Breast US.
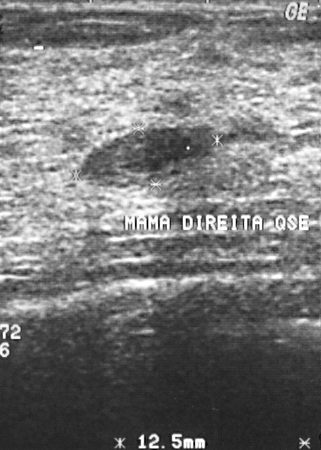
This breast US shows a lesion, benign on biopsy or follow-up.